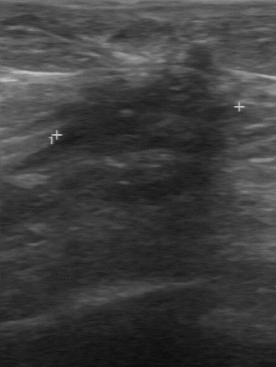
Breast sonogram.
The lesion was assessed as BI-RADS 4 by the original reader.
Descriptors from an independent second read (not the reader who assigned the category):
The lesion boundary is unclear.
Echo pattern: hypoechoic.
Calcifications: none.
The lesion has an irregular margin.
The biopsy result was fibrocystic changes; the lesion is benign.